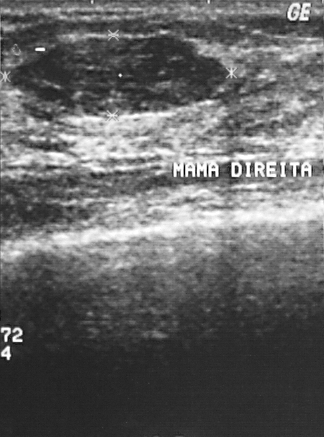
Acquired on GE Logiq 5 @10-12MHz. Imaging: breast ultrasound scan.
Biopsy showed fibroadenoma, a benign finding. The mass is assessed as BI-RADS 2. This mass proved benign on biopsy or follow-up.